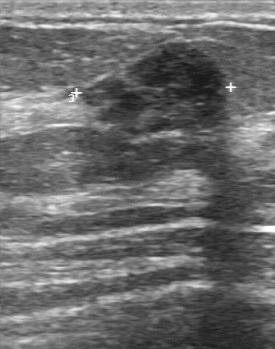
Imaging: breast sonogram.
The lesion was assessed as BI-RADS 3 by the original reader.
On a second read by an independent reader:
Boundary: fairly clear.
The lesion is heterogeneous.
There are no calcifications.
Histopathology: fibroadenoma (benign).